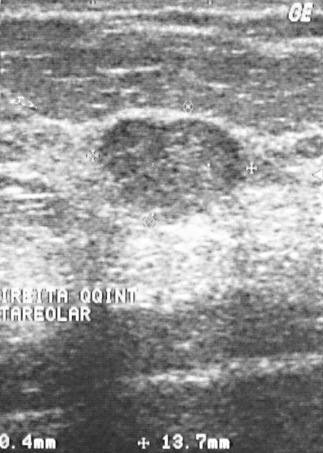
Modality: breast ultrasound scan.
A breast lesion is present on this breast ultrasound scan. BI-RADS category 3. The biopsy result was fibroadenoma; the breast lesion is benign.